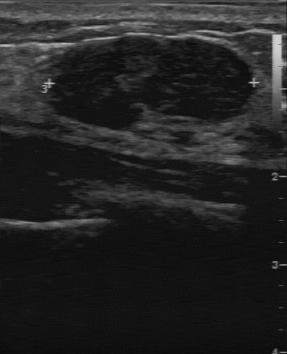
Acquired on GE Logiq 7 @10-14MHz. Breast ultrasound image.
BI-RADS 3 in the original read. On a second read by an independent reader: The margin is regular. Its boundary is clear. Echo pattern: hypoechoic. Calcifications: none. Biopsy showed fibroadenoma, a benign finding.